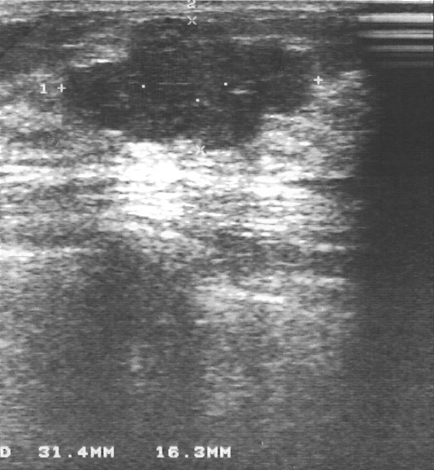
Breast sonogram.
Biopsy or follow-up result: benign. (BI-RADS category 3.)